Breast ultrasound scan.
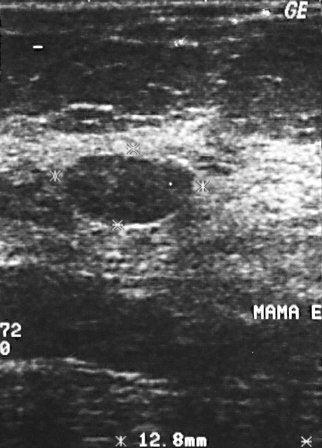
Outcome on biopsy or follow-up: benign.
Assigned BI-RADS 2.
The biopsy result was fibroadenoma.